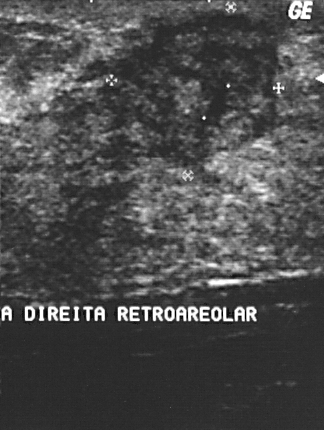
Modality: breast US.
A mass is seen. Assessment: BI-RADS 4. Pathology confirmed malignant invasive ductal carcinoma.